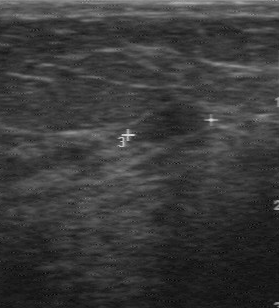
Acquired on GE Logiq 7 @10-14MHz. Breast ultrasound scan.
The breast lesion was categorized BI-RADS 2 in the original read. On a second, independent read, a breast lesion with a regular margin and a clear boundary is seen; it is hypoechoic. No calcifications are seen. Biopsy showed fibroadenoma, a benign finding.